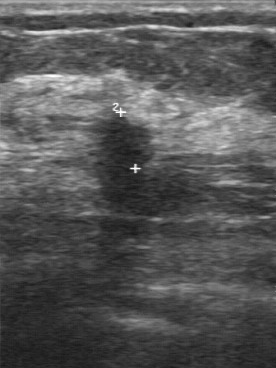
Modality: breast ultrasound image.
FINDINGS: BI-RADS on independent re-read: 4B. Biopsy result: invasive ductal carcinoma. Internal echoes: hypoechoic.
OUTCOME ON BIOPSY OR FOLLOW-UP: malignant.